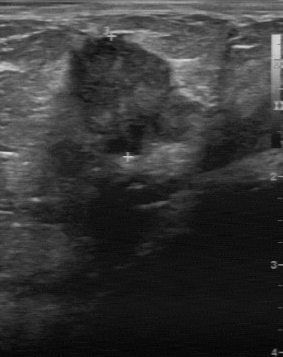
Modality: breast sonogram.
Lesion characteristics:
- margin: irregular
- outcome on biopsy or follow-up: malignant
- independent BI-RADS assessment: 4B
- internal echoes: slightly hypoechoic
- boundary: unclear
- BI-RADS (first reader): 5